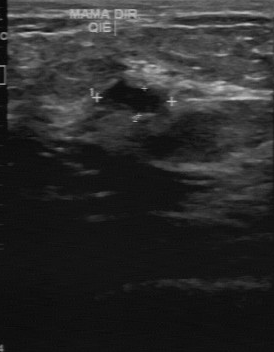
Modality: B-mode breast ultrasound.
BI-RADS 3 in the original read. A second, independent read describes the finding as follows. Margin: partially regular. Its boundary is fairly clear. The finding is hypoechoic. There are no calcifications. The biopsy result was cyst; the finding is benign.